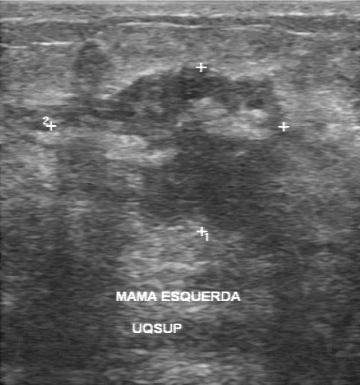
Modality: breast US.
FINDINGS: Breast US. Lesion margin: irregular. Echo pattern: heterogeneous. Boundary: unclear. Confirmed outcome (biopsy or follow-up): malignant. Calcifications: multiple calcifications.
OUTCOME ON BIOPSY OR FOLLOW-UP: malignant.